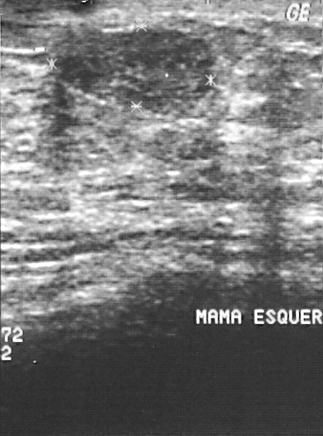
Acquired on GE Logiq 5 @10-12MHz. Imaging: B-mode breast ultrasound.
This B-mode breast ultrasound shows a breast lesion, benign on biopsy or follow-up.